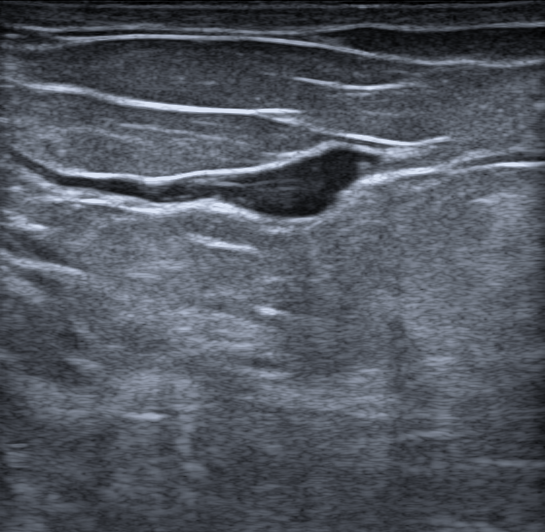
Modality: breast ultrasound. 56-year-old patient. Background echotexture is heterogeneous: predominantly fat.
Outcome on biopsy or follow-up: benign. (BI-RADS category 4A.)